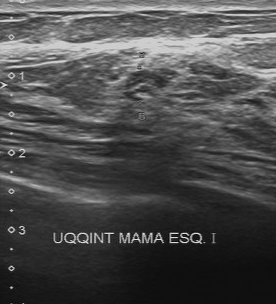
Modality: breast US.
The breast lesion is located within the bounding box top-left (122, 68), bottom-right (178, 103). The breast lesion is benign on biopsy or follow-up.